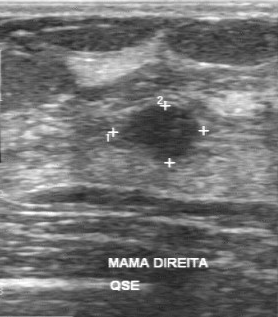
Imaging: breast ultrasound scan.
The biopsy result is fibroadenoma. BI-RADS: 2. Outcome on biopsy or follow-up is benign.